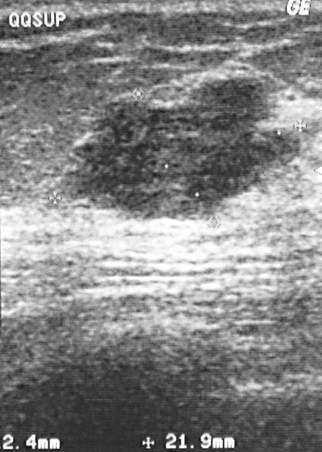
Scanner: GE Logiq 5 @10-12MHz. Imaging: breast sonogram.
Mass bounding box: [56, 76, 300, 218]. The mass is malignant on biopsy or follow-up.